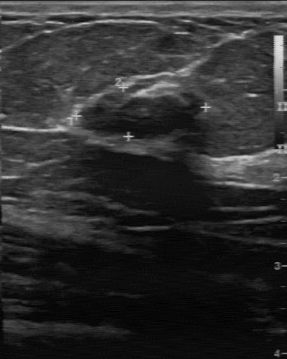
Acquired on GE Logiq 7 @10-14MHz. Breast US.
Independent BI-RADS assessment: 3. Outcome on biopsy or follow-up: benign.